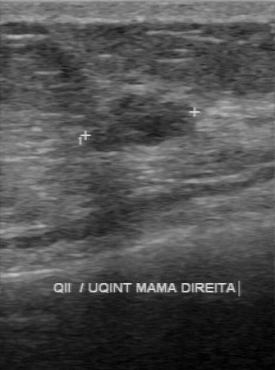
Acquired on GE Logiq 7 @10-14MHz. Breast US.
This breast US shows a finding, benign on biopsy or follow-up. BI-RADS 4.